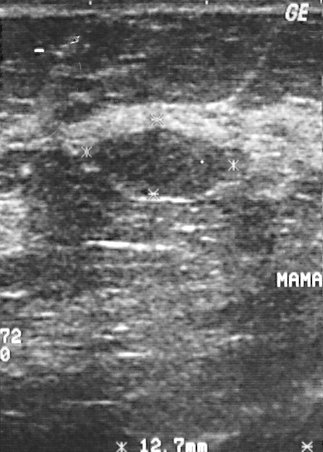
Breast ultrasound.
Lesion characteristics:
- BI-RADS: 2
- outcome on biopsy or follow-up: benign